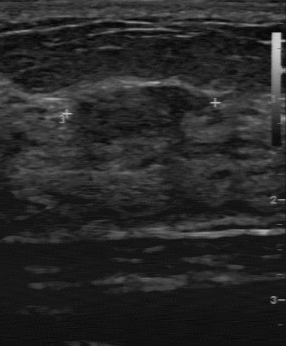
Modality: B-mode breast ultrasound.
The lesion was assessed as BI-RADS 4 by the original reader. On a second, independent read, a lesion with a partially regular margin and a fairly clear boundary is seen; it is slightly hypoechoic. Pathology confirmed benign fibroadenoma.